Breast ultrasound scan.
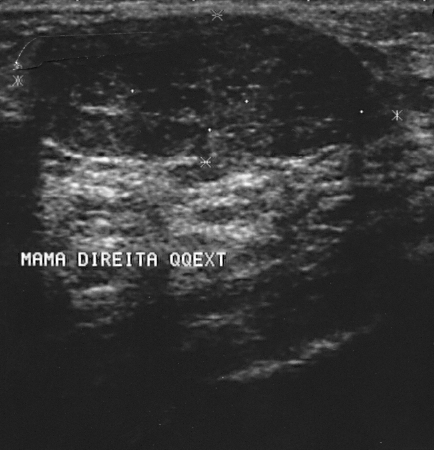
- confirmed outcome (biopsy or follow-up): benign
- BI-RADS: 2